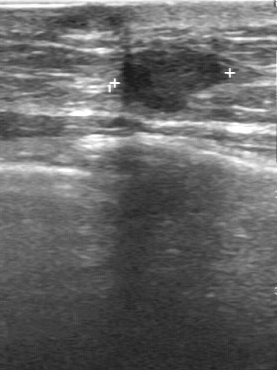
Breast US.
FINDINGS: Breast US. Margin: partially regular. Lesion boundary: somewhat unclear. Calcifications: absent. Pathology: invasive ductal carcinoma. Internal echoes: hypoechoic. Confirmed outcome (biopsy or follow-up): malignant.